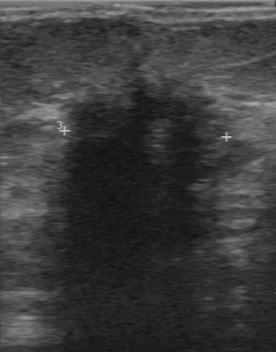
Breast ultrasound image.
Breast ultrasound image findings:
- calcifications: none
- lesion boundary: unclear
- confirmed outcome (biopsy or follow-up): malignant
- internal echoes: hypoechoic
- lesion margin: irregular
- pathology: invasive ductal carcinoma